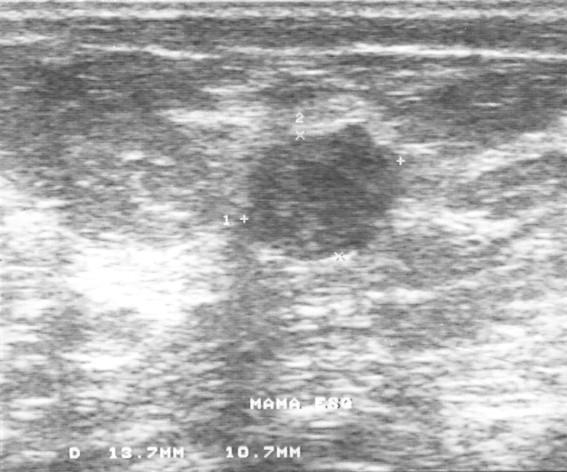
Modality: B-mode breast ultrasound.
A finding is seen. Assessment: BI-RADS 3. Histopathology: fibroadenoma (benign).